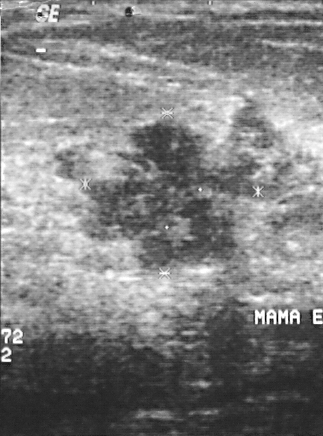
Modality: B-mode breast ultrasound.
BI-RADS category 5. The finding is malignant on biopsy or follow-up. Biopsy showed invasive ductal carcinoma.